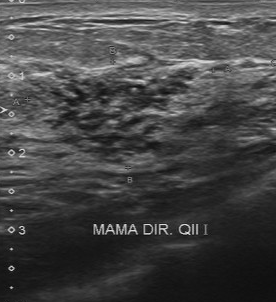
Modality: breast US.
FINDINGS: Breast US. Biopsy result: hyperplasia. Biopsy or follow-up result: benign. BI-RADS assessment: 5.
OUTCOME ON BIOPSY OR FOLLOW-UP: benign.